Modality: breast ultrasound image.
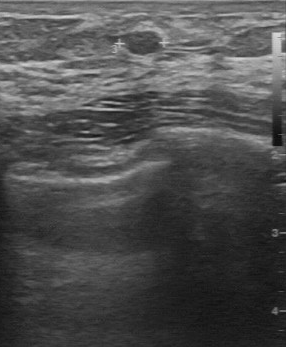
(coordinates in a 286x347 pixel frame) The mass is located within the bounding box (123, 32) to (161, 54). The mass is benign on biopsy or follow-up.